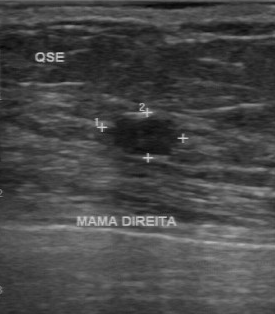
Breast ultrasound.
This breast ultrasound shows a mass, benign on biopsy or follow-up. (BI-RADS category 3.)